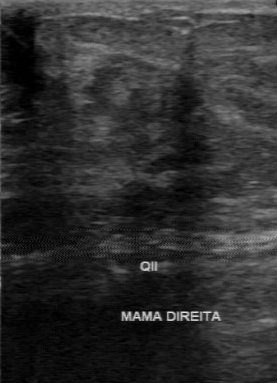
Scanner: GE Logiq 7 @10-14MHz. Modality: breast sonogram.
Breast lesion: malignant on biopsy or follow-up.